Imaging: breast US.
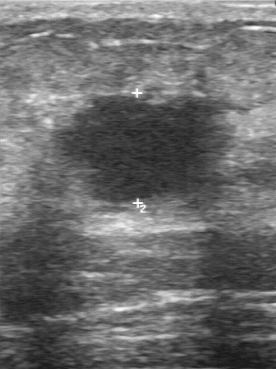
Calcifications are absent. Lesion margin: irregular. Confirmed outcome (biopsy or follow-up) is malignant. Lesion boundary: unclear. Internal echoes are hypoechoic. Pathology: invasive ductal carcinoma.